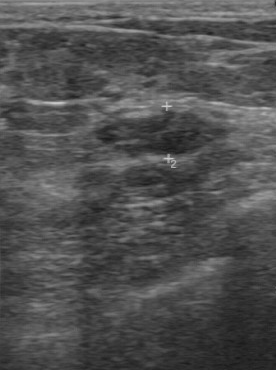
Scanner: GE Logiq 7 @10-14MHz. Modality: breast ultrasound scan.
This breast ultrasound scan shows a mass with BI-RADS (first reader): 4, independent BI-RADS assessment: 2, biopsy or follow-up result: benign, hypoechoic internal echoes, clear lesion boundary, calcifications: none.